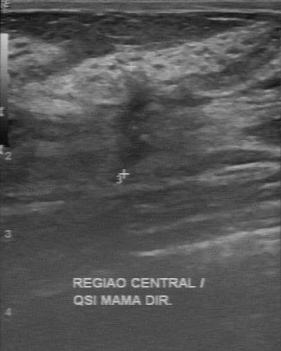
Breast sonogram.
The lesion occupies approximately (107,71)-(170,167). The lesion is benign on biopsy or follow-up. BI-RADS 4.